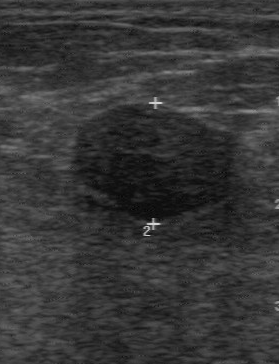
Imaging: breast sonogram.
This breast sonogram shows a lesion with biopsy or follow-up result: benign, BI-RADS: 2.